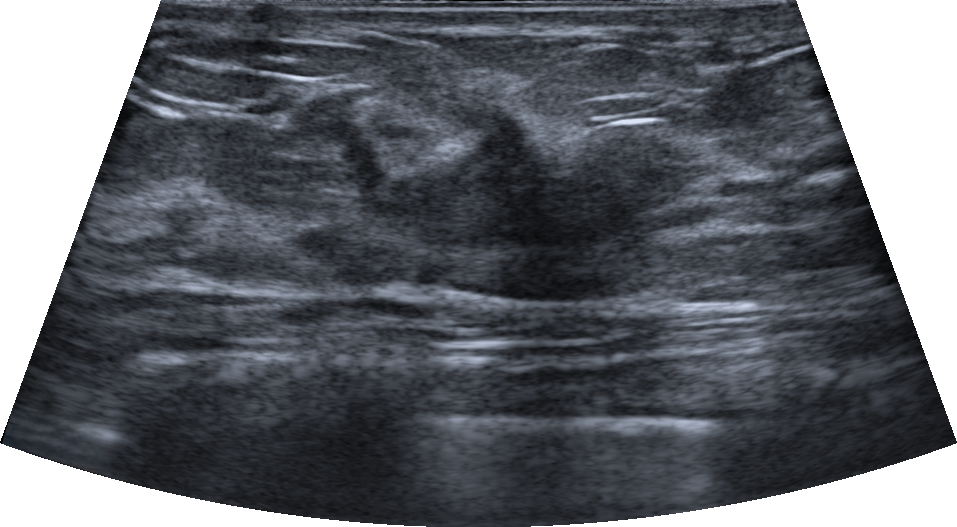
Background tissue composition: homogeneous: fibroglandular. Patient age: 33. Imaging: breast ultrasound scan.
Echogenic halo is absent. BI-RADS assessment: 4C. There are no posterior features. Verification is confirmed by biopsy. Echogenicity: hypoechoic. The lesion shape is irregular.